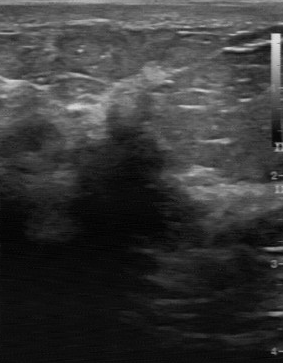
Acquired on GE Logiq 7 @10-14MHz. Breast ultrasound scan.
Finding: breast lesion, malignant on biopsy or follow-up.